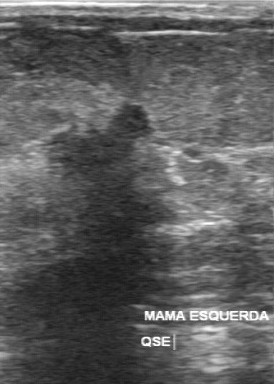
Modality: breast US. Acquired on GE Logiq 7 @10-14MHz.
Biopsy or follow-up result: malignant.